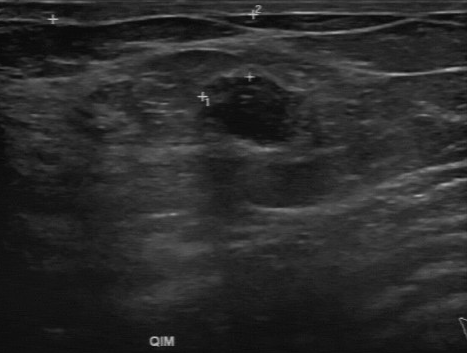
Imaging: breast US. Acquired on GE Logiq 7 @10-14MHz.
BI-RADS 2 in the original read.
On a second read by an independent reader:
The lesion is slightly hypoechoic.
No calcifications are seen.
Boundary: fairly clear.
The lesion has a regular margin.
Histopathology: cyst (benign).